Background tissue composition: homogeneous: fibroglandular. Modality: B-mode breast ultrasound.
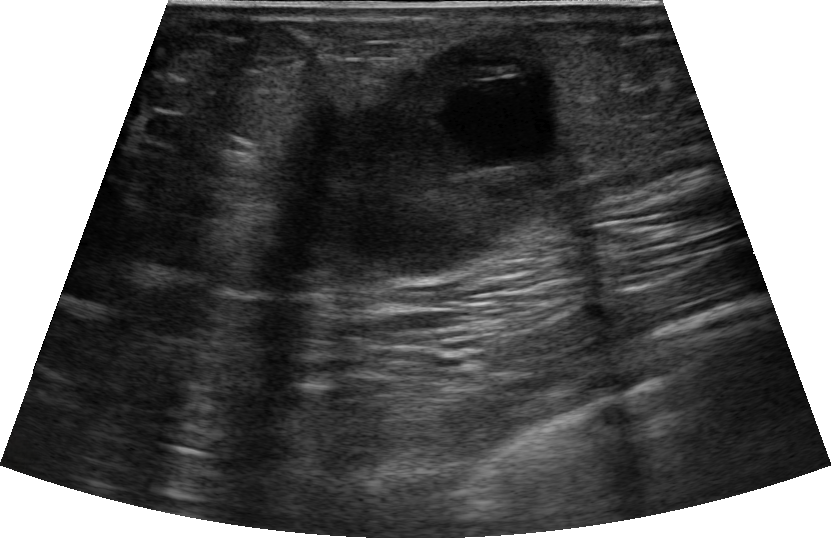
Coordinates are pixels in the 831x538 image. Segment the breast lesion: bounding box x1=257, y1=30, x2=564, y2=277.